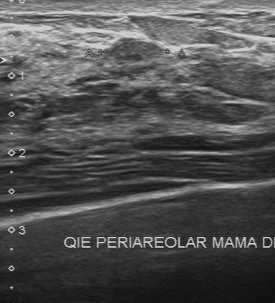
Modality: breast ultrasound.
Original-read BI-RADS category: 3.
Descriptors from an independent second read (not the reader who assigned the category):
Margin: regular.
Boundary: clear.
Echo pattern: slightly hypoechoic.
There are no calcifications.
The biopsy result was fibroadenoma; the breast lesion is benign.